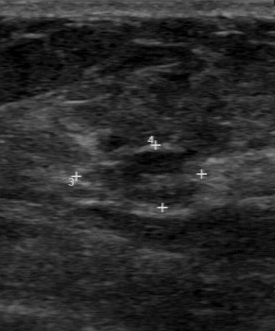
Modality: B-mode breast ultrasound.
The finding was categorized BI-RADS 4 in the original read. Findings on the second read (an independent reader): a slightly hypoechoic finding, margin partially regular, boundary fairly clear. Biopsy showed invasive ductal carcinoma, a malignant finding.